B-mode breast ultrasound.
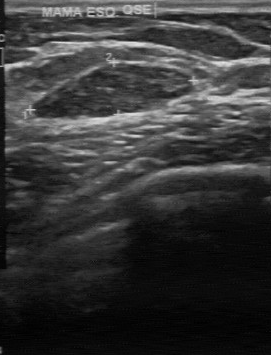
BI-RADS 2 in the original read. On a second, independent read, a breast lesion with a regular margin and a clear boundary is seen; it is slightly hypoechoic. No calcifications are seen. The biopsy result was fibroadenoma; the breast lesion is benign.